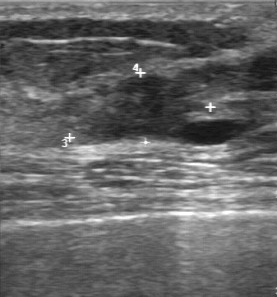
B-mode breast ultrasound. Acquired on GE Logiq 7 @10-14MHz.
The lesion was categorized BI-RADS 4 in the original read. Findings on the second read (an independent reader): a slightly hypoechoic lesion, margin irregular, boundary unclear. Histopathology: fibroadenoma (benign).